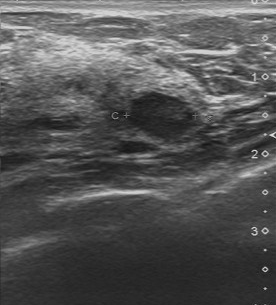
Breast ultrasound image.
FINDINGS: Breast ultrasound image. Confirmed outcome (biopsy or follow-up): benign. BI-RADS assessment: 3.
OUTCOME ON BIOPSY OR FOLLOW-UP: benign.